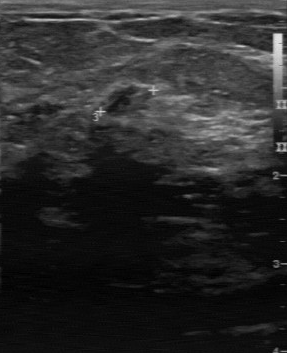
Imaging: breast sonogram.
Pixel coordinates (x1, y1, x2, y2): The breast lesion is located within the bounding box 105 85 150 117. The breast lesion is benign on biopsy or follow-up. BI-RADS 2.